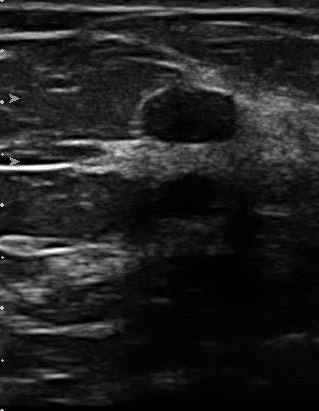
Modality: breast sonogram. Acquired on U-Systems @10-14MHz.
Biopsy or follow-up result: benign. BI-RADS 2.